Breast ultrasound scan.
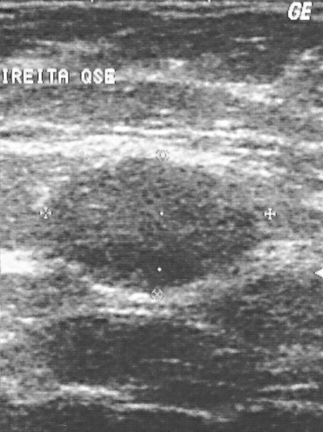
Coordinates are pixels in the 323x432 image. Segment the lesion: bounding box 48 157 258 290. The lesion is benign on biopsy or follow-up.